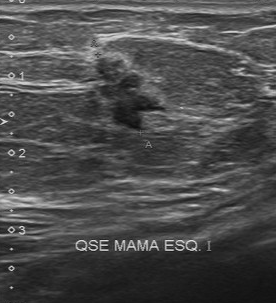
Breast ultrasound.
FINDINGS: Breast ultrasound. Internal echoes: hypoechoic. Margin: irregular. Confirmed outcome (biopsy or follow-up): malignant. Histopathology: invasive ductal carcinoma. Lesion boundary: unclear. Calcifications: suspected.
OUTCOME ON BIOPSY OR FOLLOW-UP: malignant.